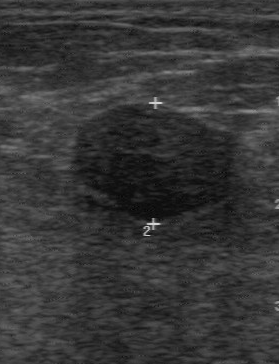
Breast US.
BI-RADS 2 in the original read; on a second read the margin is regular, the boundary clear and the finding hypoechoic. Pathology confirmed benign fibroadenoma.